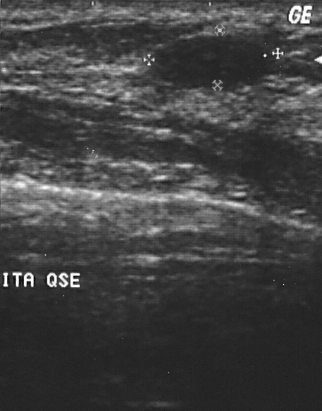
Modality: breast ultrasound image.
Outcome on biopsy or follow-up: benign. BI-RADS category 2. Biopsy showed cyst.